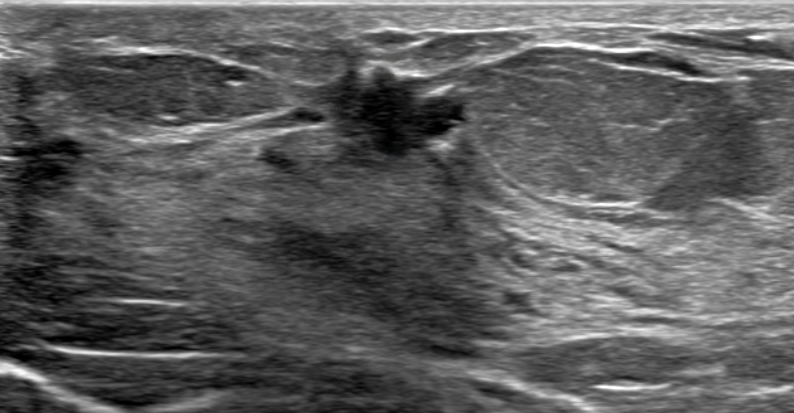
Modality: breast US.
Outcome on biopsy or follow-up: malignant. BI-RADS 5.